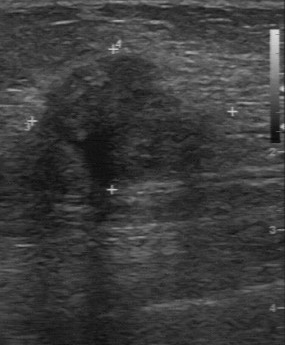
Imaging: breast ultrasound scan.
Biopsy or follow-up result: malignant. Margin: partially regular. Echo pattern: slightly hypoechoic. Calcifications: suspected. Pathology: invasive ductal carcinoma. Lesion boundary: somewhat unclear.